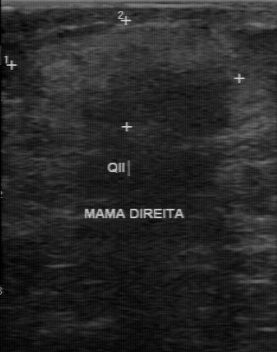
Breast ultrasound.
Confirmed outcome (biopsy or follow-up): benign. BI-RADS assessment is 2. Biopsy result is hamartoma.